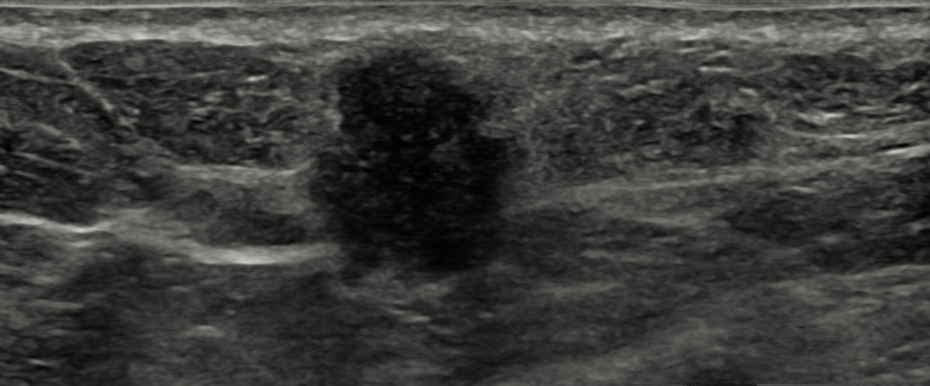
Imaging: breast ultrasound scan.
Biopsy or follow-up result: malignant. (BI-RADS category 4B.)